Modality: breast ultrasound scan.
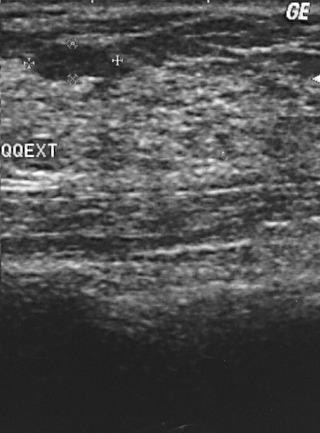
This breast ultrasound scan shows a lesion. Assessment: BI-RADS 2. Pathology confirmed benign fibroadenoma.